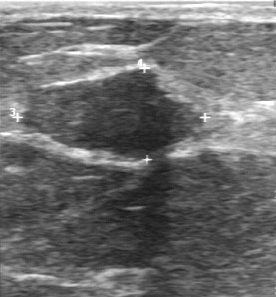
Imaging: breast ultrasound.
The original reader assigned BI-RADS 2. A second reader, independent of the original assessment, describes a hypoechoic mass with a partially regular margin; the boundary is fairly clear. The biopsy result was fibroadenoma; the mass is benign.